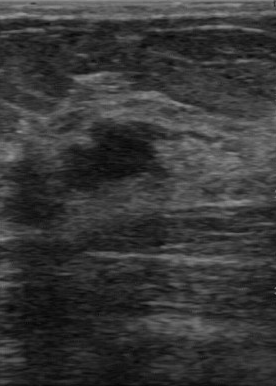
Modality: B-mode breast ultrasound.
The finding was assessed as BI-RADS 4 by the original reader. Descriptors from an independent second read (not the reader who assigned the category): Calcifications: none. Its boundary is somewhat unclear. Margin: partially regular. Internally the finding is hypoechoic. Biopsy showed fibroadenoma, a benign finding.